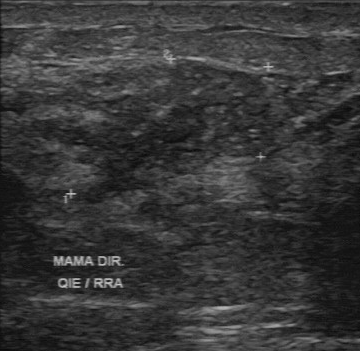
Imaging: breast ultrasound.
BI-RADS 4 in the original read; on a second read the margin is irregular, the boundary unclear and the finding slightly hypoechoic. The finding contains multiple clustered microcalcifications. The biopsy result was invasive ductal carcinoma; the finding is malignant.